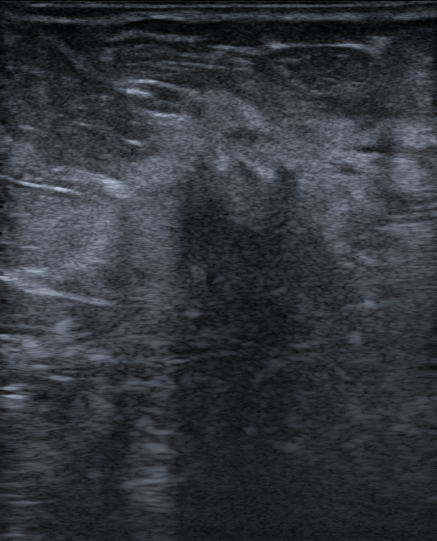
Imaging: breast ultrasound scan. Age 86.
(coordinates in a 437x541 pixel frame) The breast lesion is located within the bounding box [166, 153, 357, 331]. The breast lesion is malignant on biopsy or follow-up.